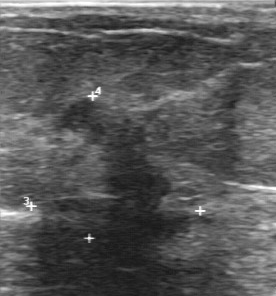
Breast ultrasound.
Pixel coordinates (x1, y1, x2, y2): Segment the lesion: bounding box [48, 95, 171, 225].